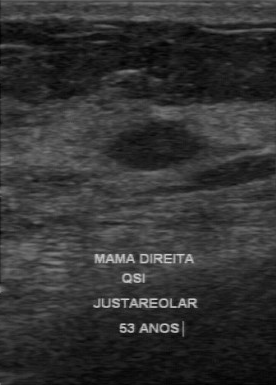
Modality: B-mode breast ultrasound.
FINDINGS: B-mode breast ultrasound. BI-RADS: 3. Biopsy or follow-up result: benign.
OUTCOME ON BIOPSY OR FOLLOW-UP: benign.